Modality: breast ultrasound.
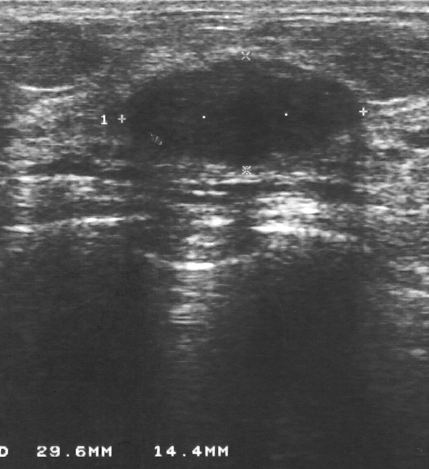
The pathology is fibroadenoma. BI-RADS assessment: 3.